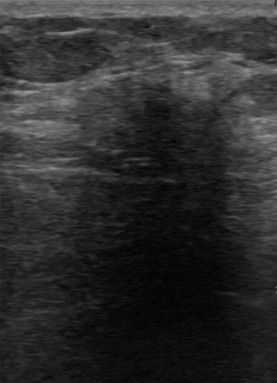
Modality: breast US.
Biopsy or follow-up result: malignant. (BI-RADS category 4.)